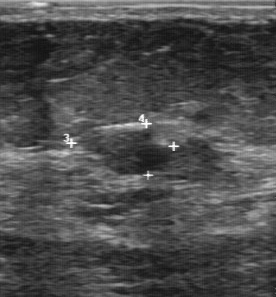
Breast ultrasound image.
Pixel coordinates (x1, y1, x2, y2): Lesion region of interest: (78,128)-(182,175). The lesion is benign on biopsy or follow-up.